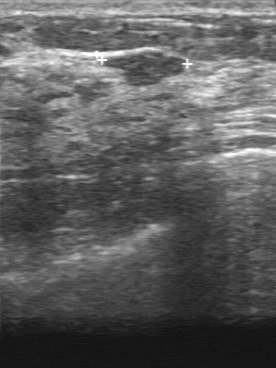
Breast ultrasound image.
This breast ultrasound image shows a mass with pathology: fibroadenoma, BI-RADS: 3, outcome on biopsy or follow-up: benign.